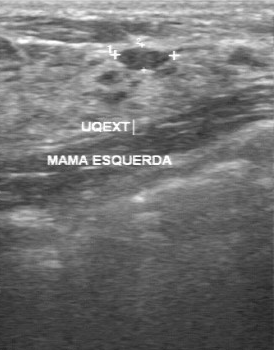
Imaging: breast ultrasound. Acquired on GE Logiq 7 @10-14MHz.
This breast ultrasound shows a lesion with second-reader BI-RADS: 2, original BI-RADS: 2.